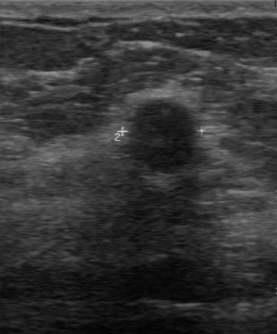
Modality: breast US.
A breast lesion is seen with pathology: sclerosing adenosis, somewhat unclear lesion boundary, independent BI-RADS assessment: 4A, partially regular lesion margin, outcome on biopsy or follow-up: benign, calcifications: suspected.